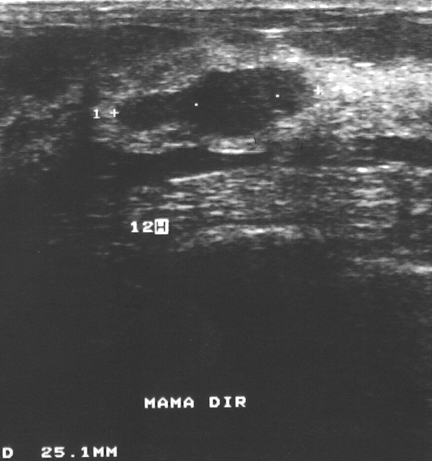
Breast ultrasound.
Biopsy showed fibroadenoma, a benign finding.
BI-RADS assessment: 4.